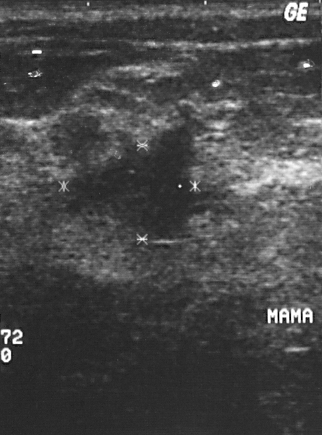
Imaging: breast ultrasound.
A finding is seen. It was assessed as BI-RADS 4. Histopathology: invasive ductal carcinoma (malignant).